Breast sonogram.
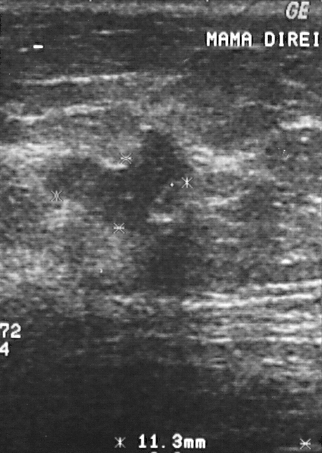
A breast lesion is present on this breast sonogram. It was assessed as BI-RADS 4. Pathology confirmed malignant invasive ductal carcinoma.